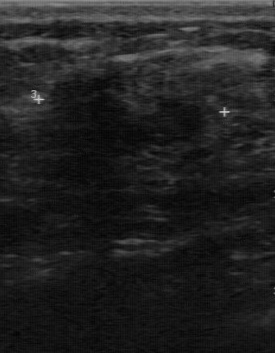
Breast US. Scanner: GE Logiq 7 @10-14MHz.
The finding was categorized BI-RADS 3 in the original read.
The following findings are from a second reader, independent of the original assessment.
Internally the finding is hypoechoic.
Its boundary is clear.
There are no calcifications.
The finding has a regular margin.
Biopsy showed fibrocystic changes, a benign finding.